Breast US.
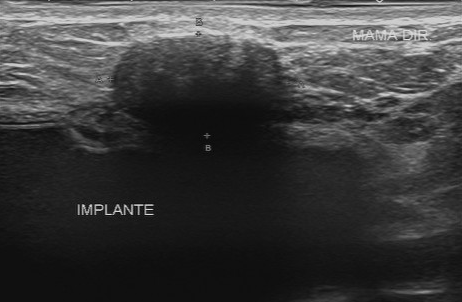
Coordinates are pixels in the 462x302 image. Segment the lesion: bounding box top-left (113, 34), bottom-right (287, 135). The lesion is benign on biopsy or follow-up. BI-RADS 4.